Imaging: B-mode breast ultrasound.
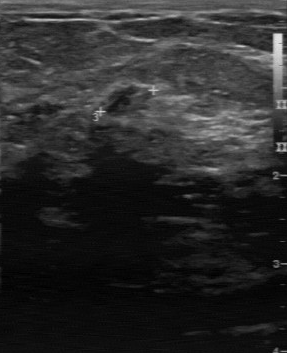
BI-RADS is 2. Pathology is fibroadenoma. Outcome on biopsy or follow-up is benign.